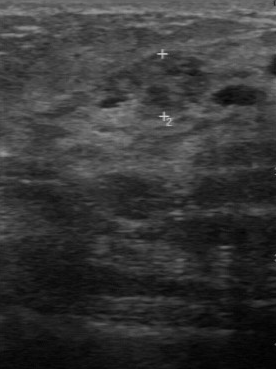
Acquired on GE Logiq 7 @10-14MHz. Imaging: breast US.
FINDINGS: Biopsy result: invasive ductal carcinoma. BI-RADS category: 4. Confirmed outcome (biopsy or follow-up): malignant.
OUTCOME ON BIOPSY OR FOLLOW-UP: malignant.